Imaging: breast ultrasound image.
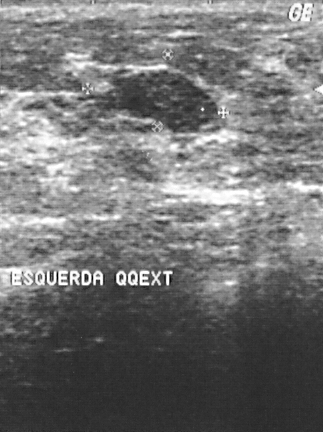
This breast ultrasound image shows a lesion. Assessment: BI-RADS 2. Biopsy showed fibroadenoma, a benign finding.